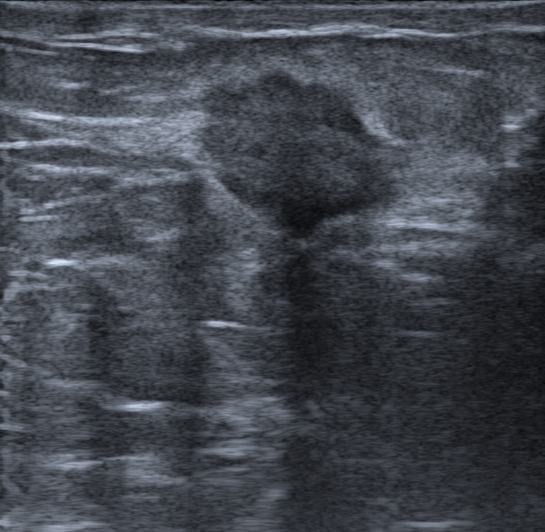
Age 53. Imaging: breast US. Background echotexture is heterogeneous: predominantly fat.
Radiologist's impression: Suspicion of malignancy. The lesion is assessed as BI-RADS 5. It has an irregular shape. The margin is not circumscribed (microlobulated and indistinct). Internally the lesion is hypoechoic. There is posterior acoustic shadowing. There is an echogenic halo. Calcifications: none. Skin thickening: none.